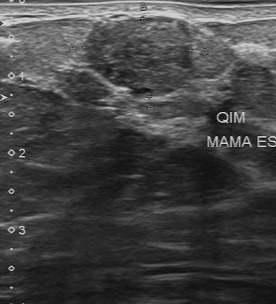
Modality: breast ultrasound scan.
Biopsy or follow-up result: benign.